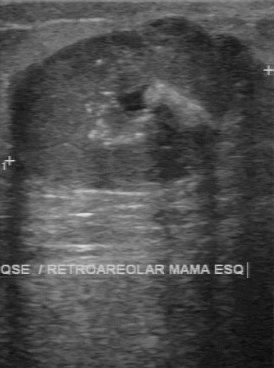
Scanner: GE Logiq 7 @10-14MHz. Imaging: breast ultrasound.
A lesion is seen with calcifications: multiple calcifications, heterogeneous echo pattern, partially regular lesion margin, BI-RADS on independent re-read: 4B, fairly clear boundary.